Modality: breast ultrasound image. 44-year-old patient.
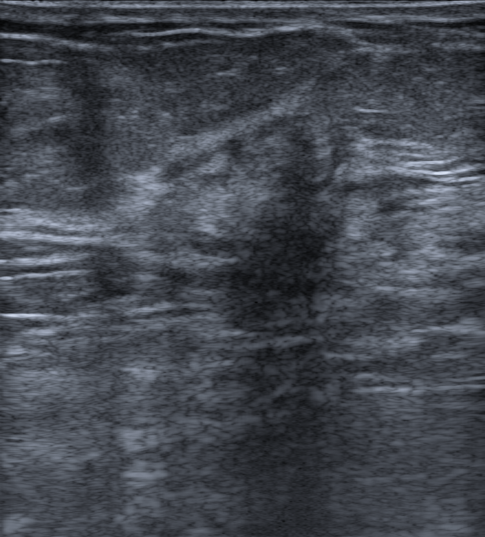
Biopsy or follow-up result: malignant.